Breast US. Scanner: GE Logiq 7 @10-14MHz.
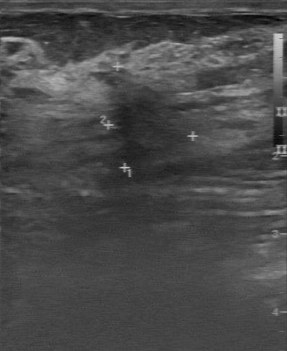
Original-read BI-RADS category: 4. On a second, independent read, a lesion with an irregular margin and an unclear boundary is seen; it is slightly hypoechoic. There are no calcifications. Histopathology: hyperplasia (benign).